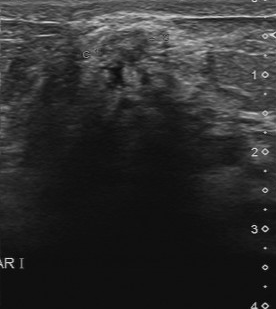
Breast sonogram.
The mass was assessed as BI-RADS 4 by the original reader. On a second, independent read, a mass with a partially regular margin and a somewhat unclear boundary is seen; it is slightly hypoechoic. Calcification is suspected. Histopathology: fibrocystic changes (benign).